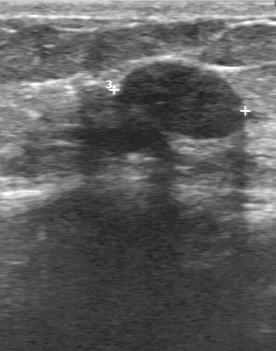
Imaging: breast ultrasound. Acquired on GE Logiq 7 @10-14MHz.
The finding is benign on biopsy or follow-up.